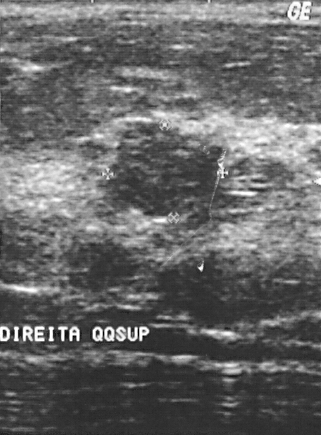
Breast ultrasound image.
Lesion characteristics:
- BI-RADS assessment: 4
- confirmed outcome (biopsy or follow-up): benign